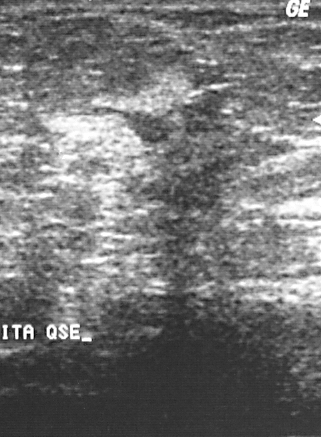
Breast ultrasound scan.
Assigned BI-RADS 4. Outcome on biopsy or follow-up: malignant. Biopsy showed invasive ductal carcinoma.